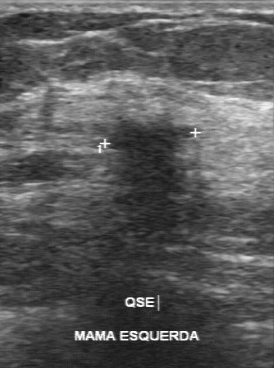
Imaging: breast sonogram.
The BI-RADS assessment is 5. The pathology is invasive ductal carcinoma.